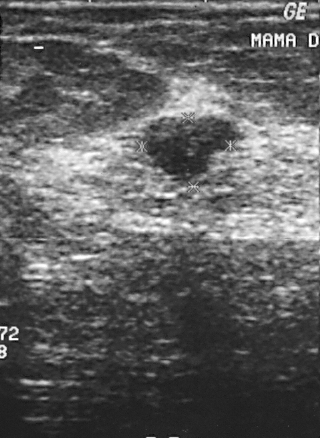
Imaging: breast US.
Pixel coordinates (x1, y1, x2, y2): Lesion region of interest: [141, 114, 236, 179]. The lesion is benign on biopsy or follow-up.